Modality: breast ultrasound.
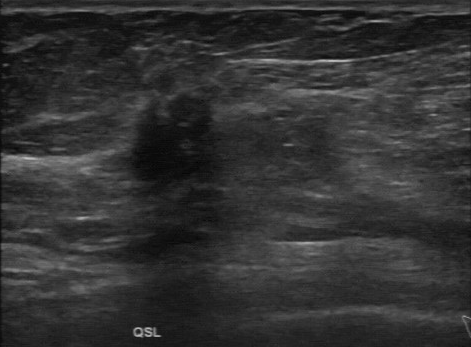
The mass demonstrates calcifications: none, unclear lesion boundary, hypoechoic echo pattern, irregular lesion margin.